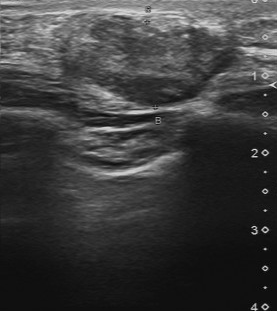
Breast US.
The finding demonstrates BI-RADS (second read): 4A, original BI-RADS: 4, biopsy or follow-up result: malignant.